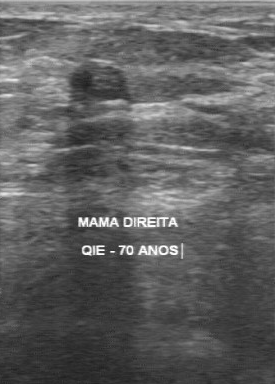
Breast sonogram.
Biopsy or follow-up result: benign.